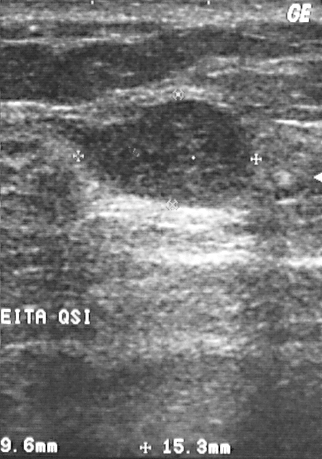
Modality: breast ultrasound image.
The mass is benign on biopsy or follow-up.